Imaging: breast ultrasound image.
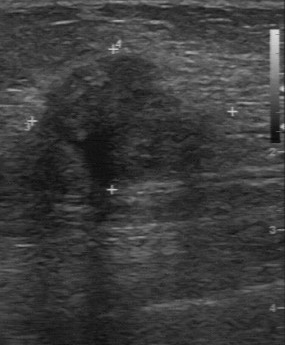
BI-RADS assessment: 5. Biopsy result: invasive ductal carcinoma.
OUTCOME ON BIOPSY OR FOLLOW-UP: malignant.